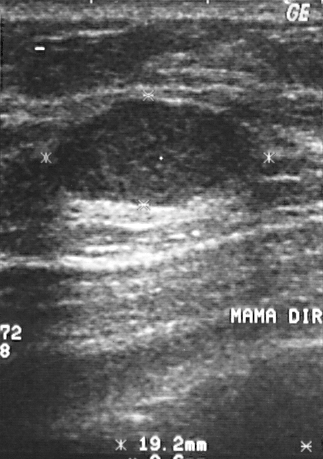
Imaging: breast ultrasound scan.
BI-RADS category 2. Histopathology: fibroadenoma. The mass is benign on biopsy or follow-up.